Imaging: breast ultrasound. Acquired on GE Logiq 7 @10-14MHz.
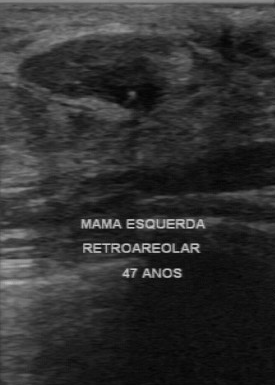
Boundary: clear. Second-reader BI-RADS: 3. Calcifications: suspected. Echogenicity: hypoechoic.
OUTCOME ON BIOPSY OR FOLLOW-UP: benign.